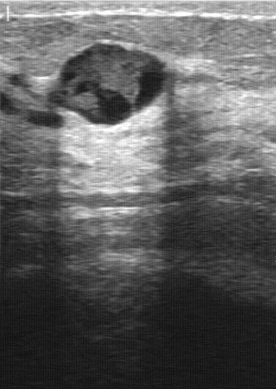
Imaging: B-mode breast ultrasound.
Finding bounding box: x1=47, y1=43, x2=167, y2=125. The finding is benign on biopsy or follow-up. BI-RADS 4.